Modality: breast ultrasound image.
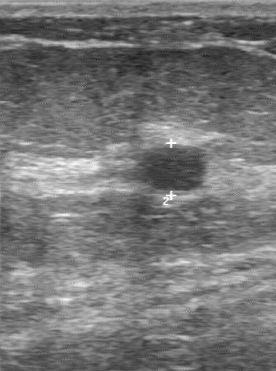
Boundary is clear. BI-RADS (second read): 3. The BI-RADS (first reader) is 3. Lesion margin is regular.